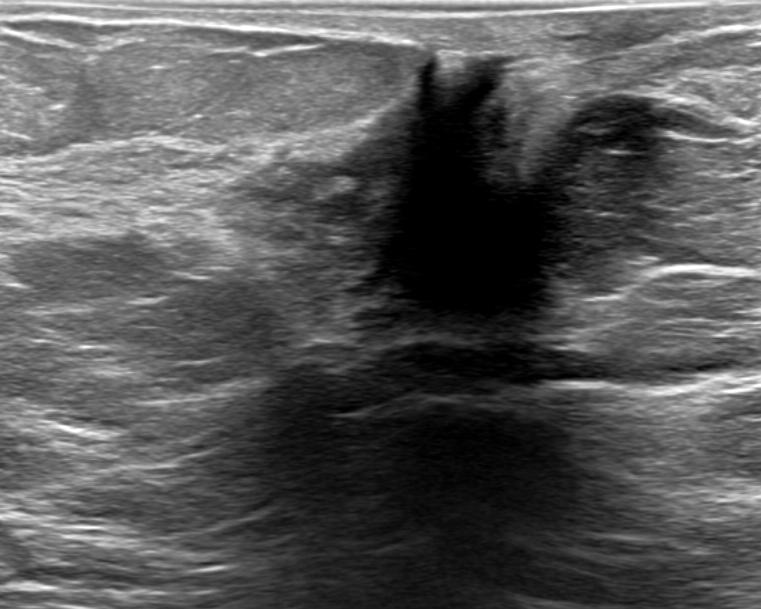
Imaging: breast US.
Biopsy or follow-up result: benign.